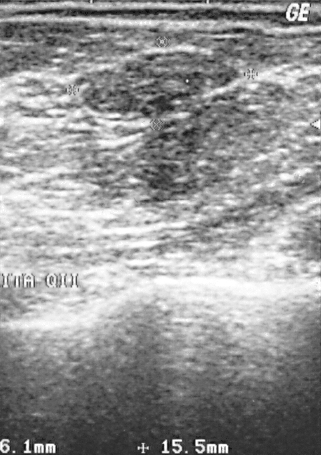
Imaging: B-mode breast ultrasound.
The breast lesion is benign on biopsy or follow-up. Histopathology: fibroadenoma. BI-RADS assessment: 2.